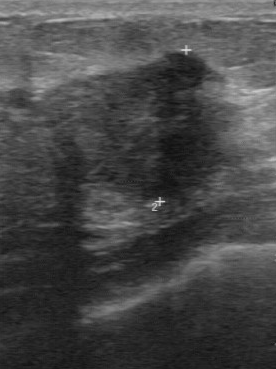
Scanner: GE Logiq 7 @10-14MHz. Modality: breast sonogram.
Coordinates are pixels in the 276x369 image. The lesion occupies approximately top-left (39, 49), bottom-right (228, 204). BI-RADS 4.